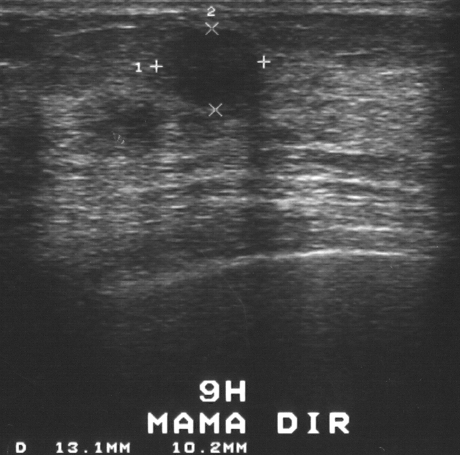
Breast US.
Outcome on biopsy or follow-up: benign. BI-RADS 2.